Scanner: GE Logiq 7 @10-14MHz. Imaging: breast ultrasound image.
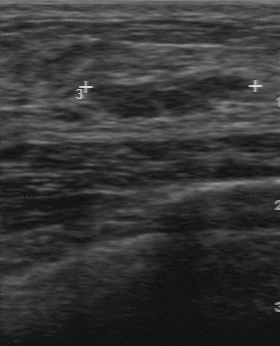
Lesion characteristics:
- BI-RADS category: 3
- confirmed outcome (biopsy or follow-up): benign